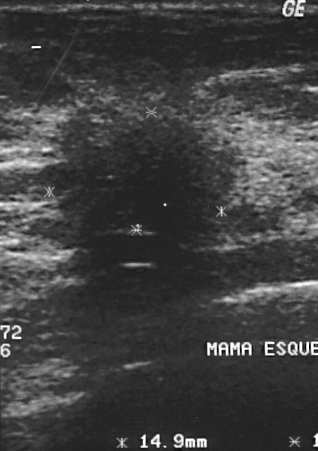
Modality: breast sonogram.
The biopsy result was invasive ductal carcinoma. The mass is malignant on biopsy or follow-up. Assigned BI-RADS 4.